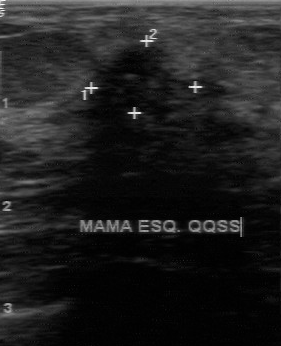
Acquired on GE Logiq 7 @10-14MHz. Breast sonogram.
Independent BI-RADS assessment is 4B. BI-RADS (first reader) is 4.